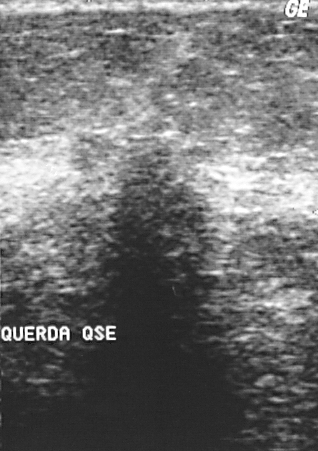
Imaging: breast US.
Lesion region of interest: 106 143 215 280. The finding is malignant on biopsy or follow-up. BI-RADS 4.